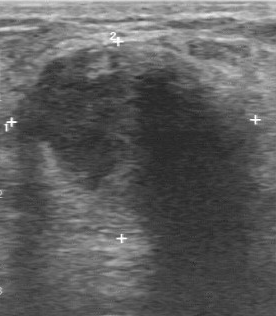
Acquired on GE Logiq 7 @10-14MHz. Modality: breast sonogram.
The original reader assigned BI-RADS 4. On a second read by an independent reader: The lesion is hypoechoic. Calcifications: none. The lesion has a regular margin. Its boundary is somewhat unclear. The biopsy result was galactocele; the lesion is benign.